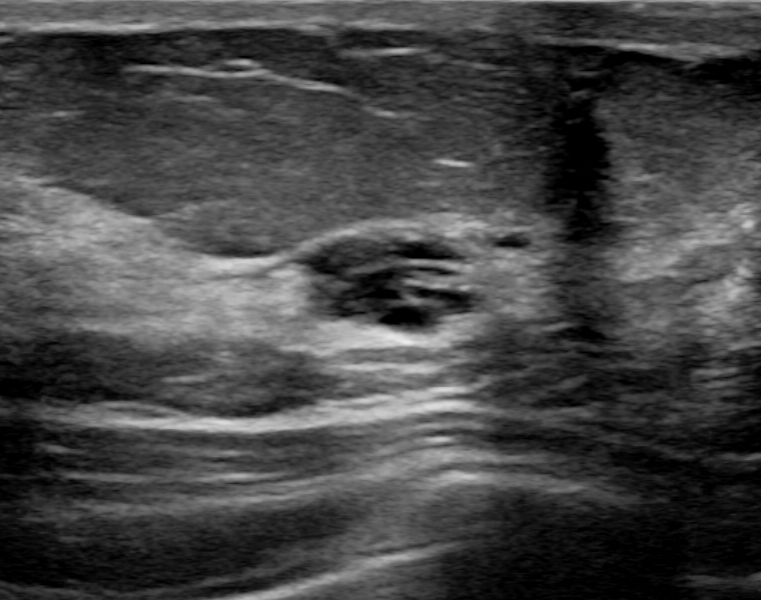
B-mode breast ultrasound.
An irregular, anechoic lesion with circumscribed margins is seen. There is posterior enhancement. There is no echogenic halo. Calcifications: none. BI-RADS 3; benign on biopsy or follow-up.